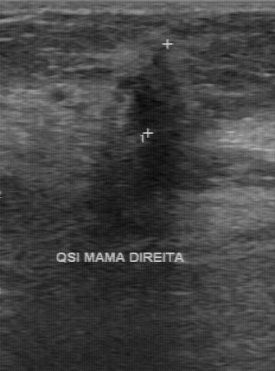
Modality: B-mode breast ultrasound.
FINDINGS: B-mode breast ultrasound. Calcifications: absent. Biopsy or follow-up result: malignant. Internal echoes: hypoechoic. Lesion boundary: unclear. Margin: irregular.